Breast US.
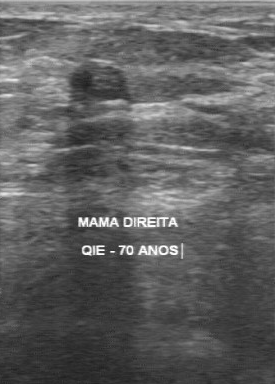
The mass was assessed as BI-RADS 3 by the original reader. A second, independent read describes the mass as follows. Margin: regular. Its boundary is clear. Internally the mass is hypoechoic. No calcifications are seen. Biopsy showed hyperplasia, a benign finding.